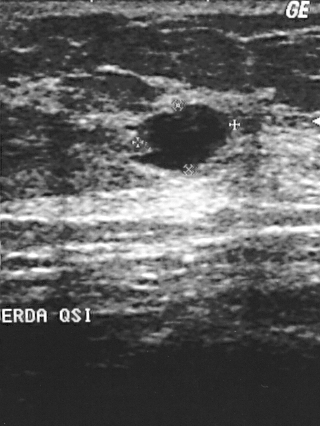
Modality: B-mode breast ultrasound.
Outcome on biopsy or follow-up: benign. Pathology: cyst. BI-RADS category: 2.
OUTCOME ON BIOPSY OR FOLLOW-UP: benign.